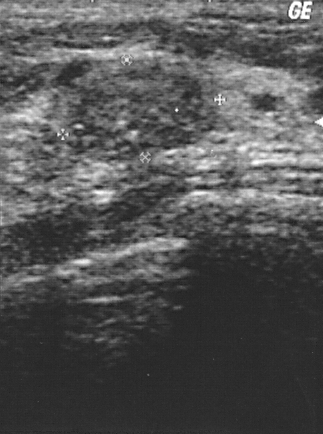
Scanner: GE Logiq 5 @10-12MHz. Modality: B-mode breast ultrasound.
Coordinates are pixels in the 323x434 image. The breast lesion occupies approximately 70 59 212 160. The breast lesion is benign on biopsy or follow-up.